B-mode breast ultrasound.
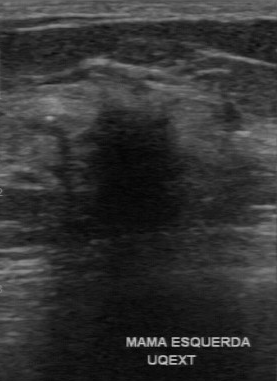
(coordinates in a 277x381 pixel frame) The breast lesion occupies approximately (84, 101) to (184, 232). The breast lesion is malignant on biopsy or follow-up.